Scanner: U-Systems @10-14MHz. Imaging: breast ultrasound image.
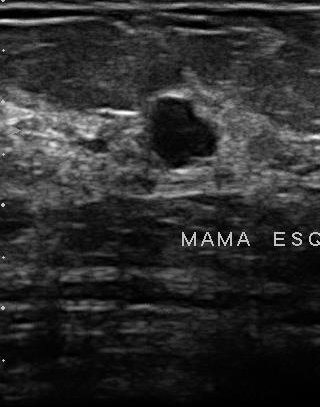
Breast ultrasound image findings:
- biopsy or follow-up result: benign
- internal echoes: hypoechoic
- calcifications: none
- lesion boundary: fairly clear
- contour: partially regular